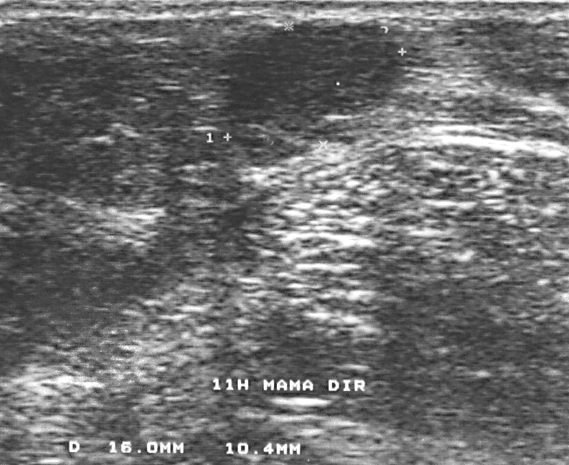
Modality: breast ultrasound.
Outcome on biopsy or follow-up: benign.